Scanner: GE Logiq 7 @10-14MHz. Modality: breast ultrasound.
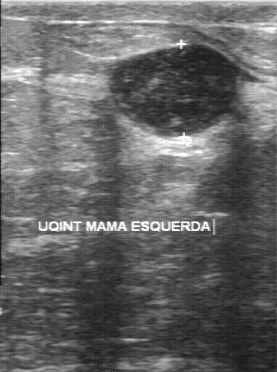
The lesion was categorized BI-RADS 4 in the original read. A second, independent read describes the lesion as follows. Echo pattern: hypoechoic. The lesion boundary is clear. The margin is regular. Calcification is suspected. The biopsy result was mastitis; the lesion is benign.